Breast ultrasound image.
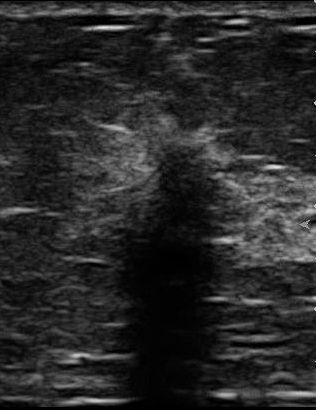
FINDINGS: Breast ultrasound image. BI-RADS (first reader): 5. BI-RADS (second read): 4B. Outcome on biopsy or follow-up: malignant.
OUTCOME ON BIOPSY OR FOLLOW-UP: malignant.